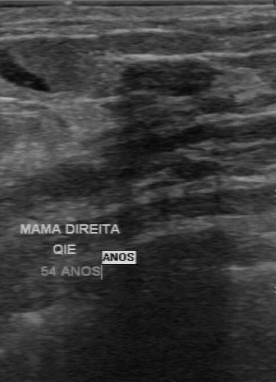
Breast US.
FINDINGS: Lesion margin: regular. Calcifications: absent. Echo pattern: hypoechoic. Lesion boundary: clear. Pathology: fibroadenoma.
OUTCOME ON BIOPSY OR FOLLOW-UP: benign.